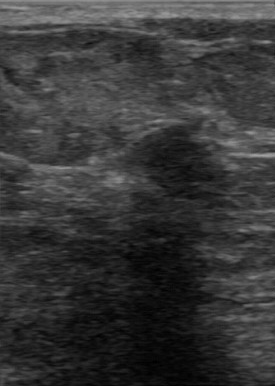
Breast ultrasound image.
Lesion characteristics:
- outcome on biopsy or follow-up: benign
- BI-RADS category: 4
- pathology: fibroadenoma